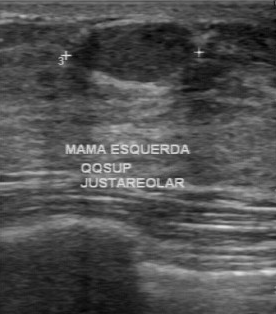
Scanner: GE Logiq 7 @10-14MHz. Modality: breast sonogram.
FINDINGS: Breast sonogram. BI-RADS (second read): 3.